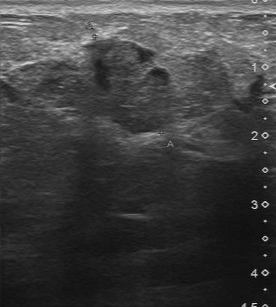
Imaging: breast US. Acquired on Toshiba Aplio 300 @12-14 MHz.
Internal echoes: mixed cystic and solid. Pathology: invasive ductal carcinoma. Calcifications: none. Lesion margin: partially regular. Boundary: fairly clear.